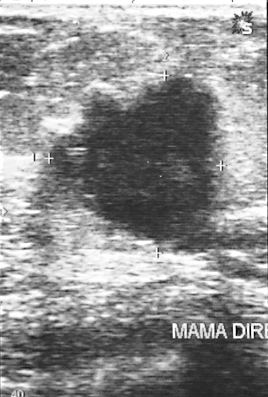
Imaging: B-mode breast ultrasound.
This B-mode breast ultrasound shows a lesion. Assessment: BI-RADS 4. The biopsy result was invasive ductal carcinoma; the lesion is malignant.